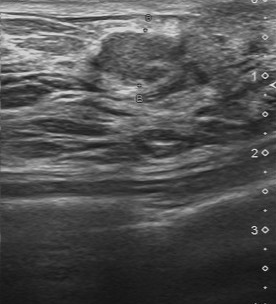
Imaging: breast ultrasound.
Breast ultrasound findings:
- outcome on biopsy or follow-up: malignant
- BI-RADS category: 4
- biopsy result: invasive ductal carcinoma